Breast sonogram.
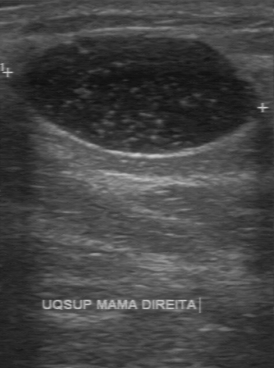
- margin: regular
- internal echoes: hypoechoic
- boundary: clear
- calcifications: none
- biopsy result: cyst
- outcome on biopsy or follow-up: benign